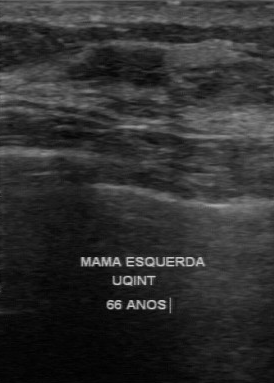
Imaging: breast ultrasound image.
- BI-RADS category: 4